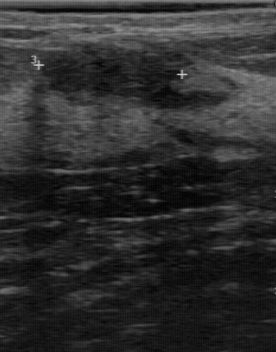
B-mode breast ultrasound.
B-mode breast ultrasound findings:
- BI-RADS on independent re-read: 3
- biopsy or follow-up result: benign